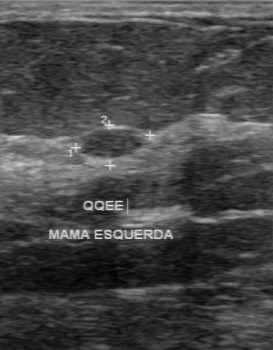
Scanner: GE Logiq 7 @10-14MHz. Modality: breast ultrasound.
The breast lesion was categorized BI-RADS 2 in the original read. A second, independent read describes the breast lesion as follows. Margin: regular. Its boundary is clear. Echo pattern: hypoechoic. There are no calcifications. Biopsy showed fibroadenoma, a benign finding.